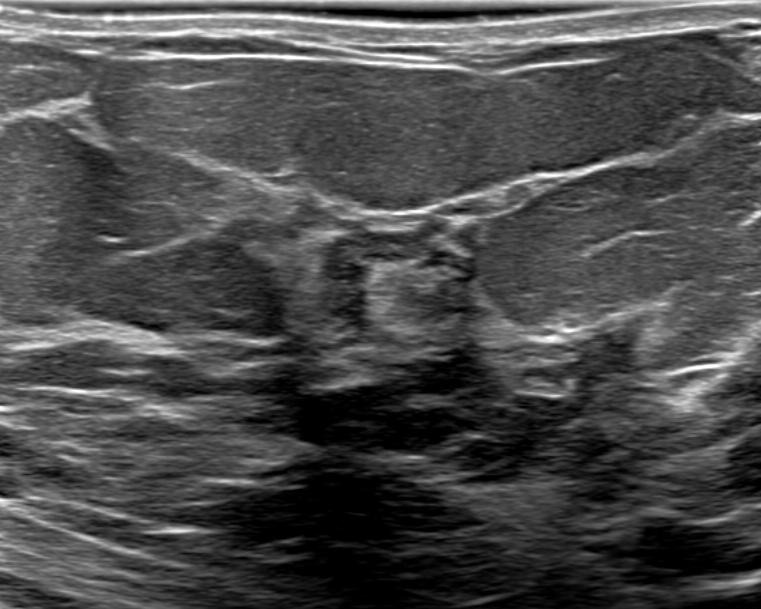
Background echotexture is heterogeneous: predominantly fat. Breast ultrasound image.
Histopathology: Benign mammary dysplasia.
Assigned BI-RADS 4C.
Shape: irregular.
The lesion has indistinct margins.
Echogenicity: heterogeneous.
Posterior features: none.
There is no echogenic halo.
Calcifications: none.
No skin thickening is seen.